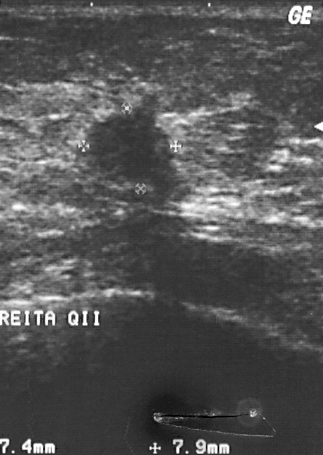
Acquired on GE Logiq 5 @10-12MHz. Imaging: breast ultrasound scan.
A mass is present on this breast ultrasound scan. BI-RADS category 4. The biopsy result was invasive ductal carcinoma; the mass is malignant.